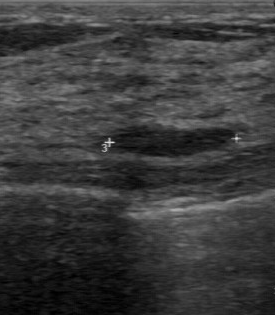
Imaging: breast US.
Outcome on biopsy or follow-up: benign. BI-RADS 2.